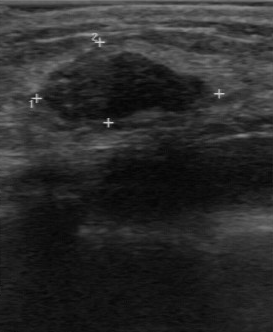
Breast US. Scanner: GE Logiq 7 @10-14MHz.
FINDINGS: Breast US. Biopsy or follow-up result: benign. BI-RADS assessment: 3. Histopathology: fibroadenoma.
OUTCOME ON BIOPSY OR FOLLOW-UP: benign.